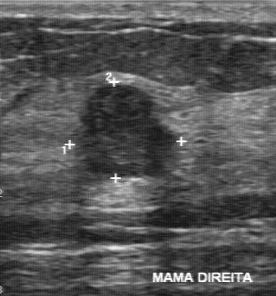
Modality: breast ultrasound scan. Scanner: GE Logiq 7 @10-14MHz.
The finding was assessed as BI-RADS 4 by the original reader. A second, independent read describes the finding as follows. Margin: partially regular. Its boundary is fairly clear. Internally the finding is slightly hypoechoic. There are no calcifications. Histopathology: invasive ductal carcinoma (malignant).